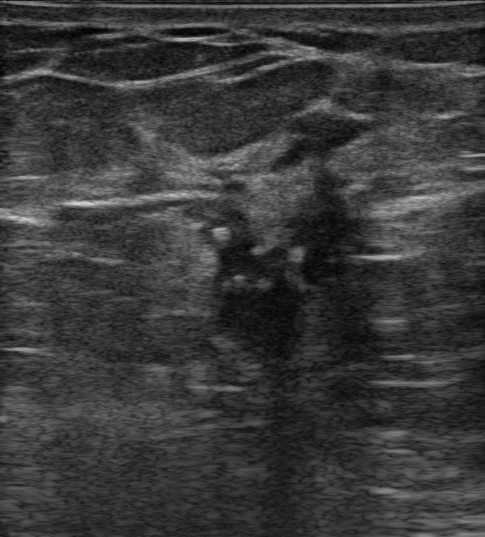
Modality: breast US.
(coordinates in a 485x537 pixel frame) The mass is located within the bounding box x1=171, y1=99, x2=393, y2=386. The mass is malignant on biopsy or follow-up. BI-RADS 5.